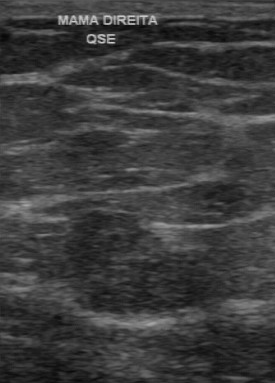
Imaging: breast ultrasound.
Biopsy or follow-up result: benign. BI-RADS 3.